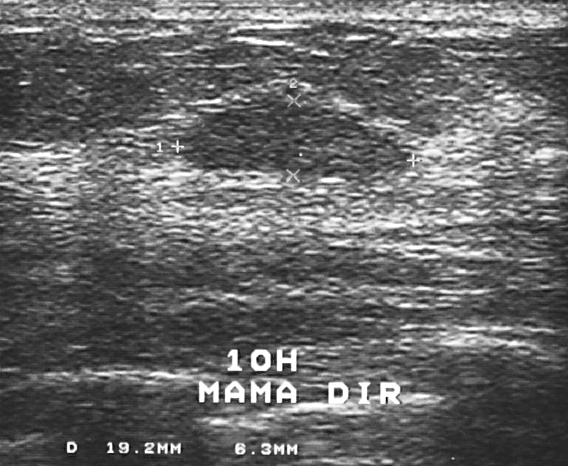
Breast ultrasound.
This finding proved benign on biopsy or follow-up.
BI-RADS assessment: 2.
Pathology confirmed fibroadenoma.